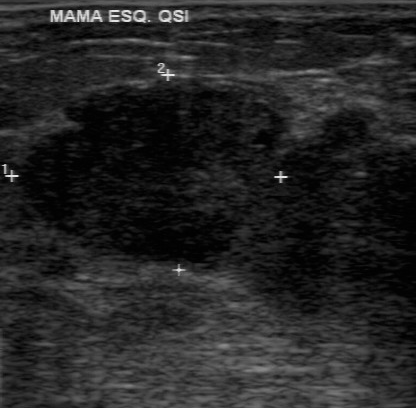
Scanner: GE Logiq 7 @10-14MHz. Breast ultrasound.
FINDINGS: Breast ultrasound. BI-RADS on independent re-read: 3. Biopsy result: phyllodes tumor. Echo pattern: hypoechoic. Original BI-RADS: 3.